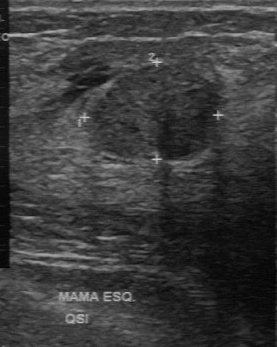
Breast ultrasound.
This breast ultrasound shows a mass with calcifications: absent, BI-RADS on independent re-read: 4A, regular contour, pathology: fibroadenoma, slightly hypoechoic echo pattern.